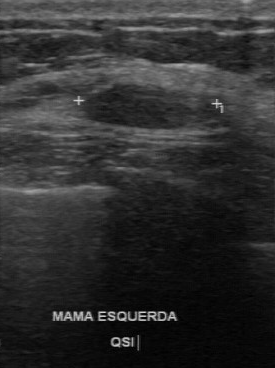
Imaging: breast ultrasound image.
BI-RADS 3 in the original read; on a second read the margin is regular, the boundary clear and the lesion hypoechoic. No calcifications are seen. Histopathology: fibroadenoma (benign).